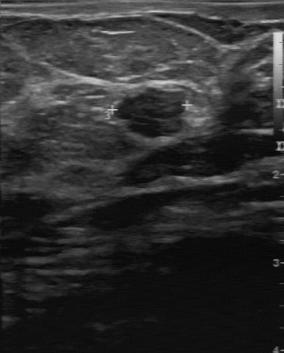
Modality: breast sonogram.
Margin: partially regular. Biopsy result: fibroadenoma. Calcifications are absent. Biopsy or follow-up result: benign. The echo pattern is hypoechoic. Lesion boundary is fairly clear.